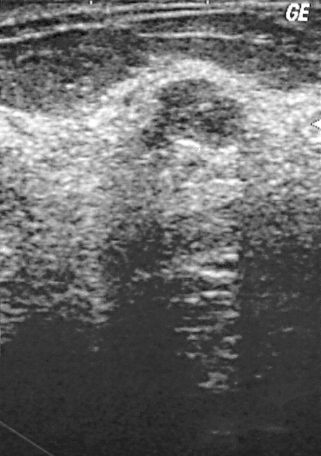
Modality: breast ultrasound image.
The BI-RADS assessment is 3. The biopsy result is intraductal papilloma.